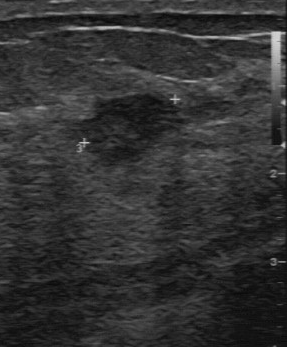
B-mode breast ultrasound. Scanner: GE Logiq 7 @10-14MHz.
BI-RADS 4 in the original read. On a second, independent read, a breast lesion with a partially regular margin and a fairly clear boundary is seen; it is slightly hypoechoic. Histopathology: intraductal papilloma (benign).